Imaging: breast US.
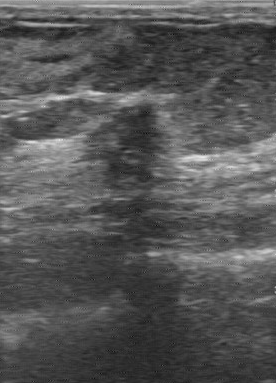
(coordinates in a 276x383 pixel frame) Mass bounding box: (71, 93) to (170, 193). The mass is malignant on biopsy or follow-up.